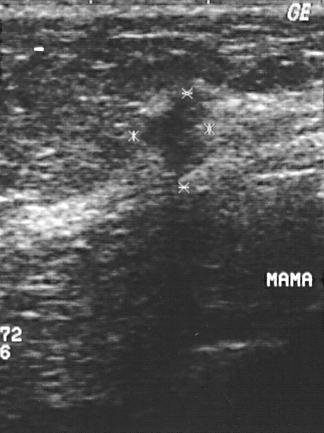
Breast sonogram.
(coordinates in a 324x433 pixel frame) Segment the finding: bounding box (138,90)-(210,177). The finding is malignant on biopsy or follow-up. BI-RADS 4.